Breast sonogram.
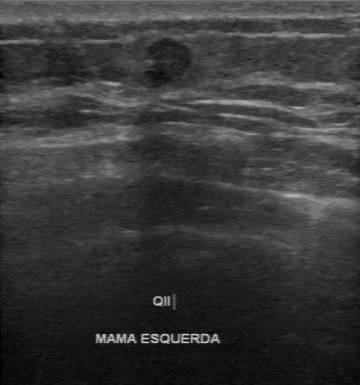
BI-RADS 4 in the original read. On a second read by an independent reader: The margin is partially regular. Boundary: fairly clear. The lesion is hypoechoic. There are no calcifications. Histopathology: invasive ductal carcinoma (malignant).